Breast ultrasound image.
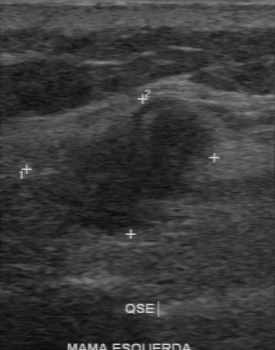
The original reader assigned BI-RADS 4. A second, independent read describes the finding as follows. The finding has a partially regular margin. Boundary: somewhat unclear. Internally the finding is hypoechoic. Calcifications: none. Histopathology: invasive lobular carcinoma (malignant).